Modality: B-mode breast ultrasound.
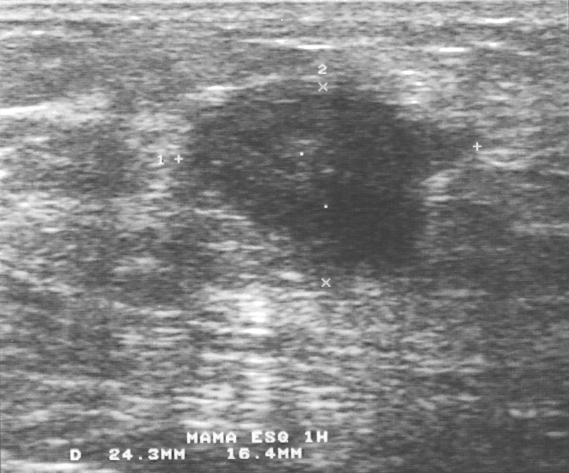
A lesion is seen. BI-RADS category 4. Histopathology: invasive ductal carcinoma (malignant).